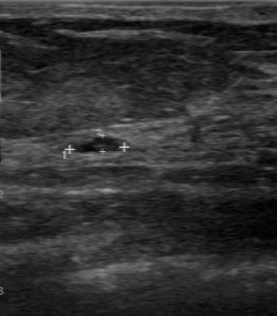
Imaging: B-mode breast ultrasound.
The original reader assigned BI-RADS 2.
On a second read by an independent reader:
No calcifications are seen.
Internally the lesion is hypoechoic.
The margin is regular.
The lesion boundary is clear.
Biopsy showed cyst, a benign finding.